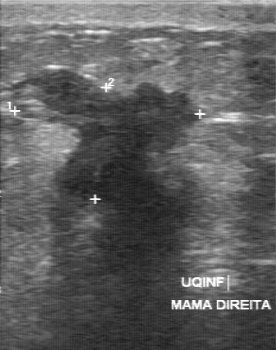
Imaging: breast ultrasound.
Original-read BI-RADS category: 5. A second, independent read describes the mass as follows. Its boundary is unclear. The mass is hypoechoic. Margin: irregular. Calcifications: none. The biopsy result was invasive ductal carcinoma; the mass is malignant.